Imaging: breast ultrasound.
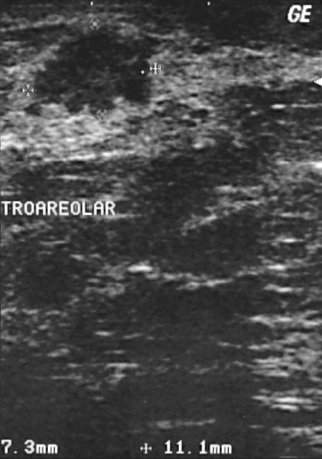
A breast lesion is seen. Assessment: BI-RADS 4. The biopsy result was invasive ductal carcinoma; the breast lesion is malignant.